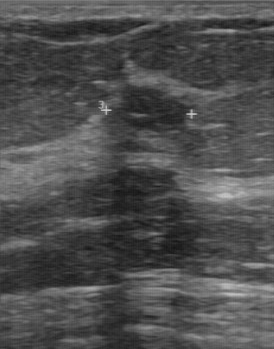
Breast sonogram.
FINDINGS: Breast sonogram. Echo pattern: hypoechoic. Boundary: clear. Contour: regular. Calcifications: absent.